Modality: breast sonogram.
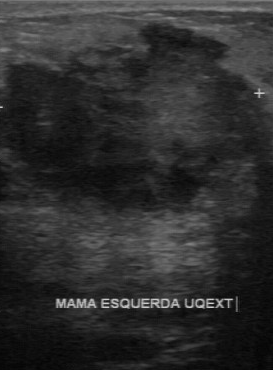
BI-RADS 5 in the original read; on a second read the margin is irregular, the boundary unclear and the mass heterogeneous. Calcifications: none. The biopsy result was invasive ductal carcinoma; the mass is malignant.